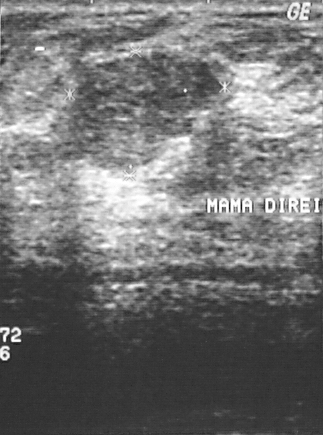
Imaging: breast ultrasound.
FINDINGS: Breast ultrasound. BI-RADS assessment: 3. Biopsy or follow-up result: benign.
OUTCOME ON BIOPSY OR FOLLOW-UP: benign.